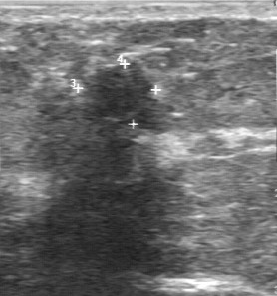
Imaging: breast ultrasound image.
Original-read BI-RADS category: 2. Findings on the second read (an independent reader): a slightly hypoechoic lesion, margin partially regular, boundary somewhat unclear. Pathology confirmed benign fibroadenoma.